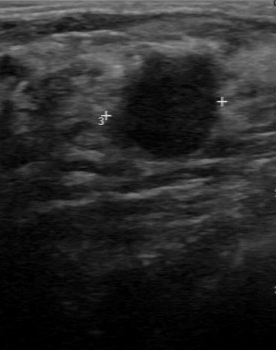
Imaging: breast ultrasound.
Finding bounding box: x1=115, y1=52, x2=221, y2=157. The finding is benign on biopsy or follow-up. BI-RADS 4.